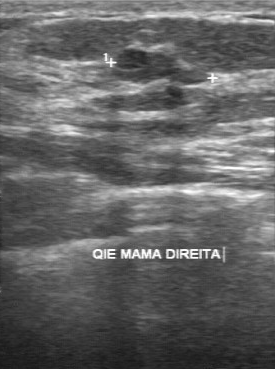
B-mode breast ultrasound.
FINDINGS: Second-reader BI-RADS: 3. Confirmed outcome (biopsy or follow-up): benign.
OUTCOME ON BIOPSY OR FOLLOW-UP: benign.